Modality: breast sonogram. Scanner: GE Logiq 7 @10-14MHz.
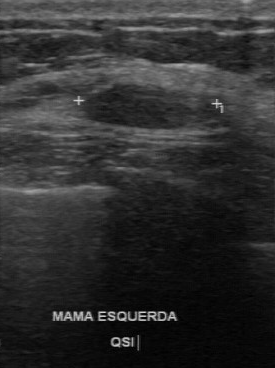
Original-read BI-RADS category: 3. On a second read by an independent reader: Calcifications: none. Internally the lesion is hypoechoic. The margin is regular. Its boundary is clear. Histopathology: fibroadenoma (benign).